Modality: breast US. Scanner: GE Logiq 7 @10-14MHz.
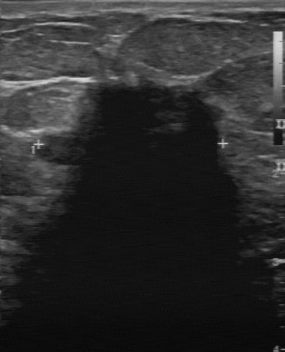
Breast US findings:
- BI-RADS (first reader): 5
- BI-RADS (second read): 4C